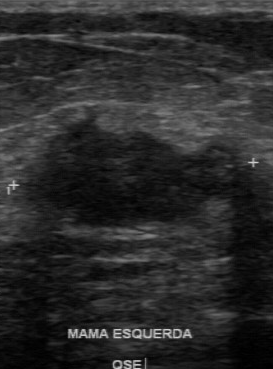
B-mode breast ultrasound.
Outcome on biopsy or follow-up: malignant.